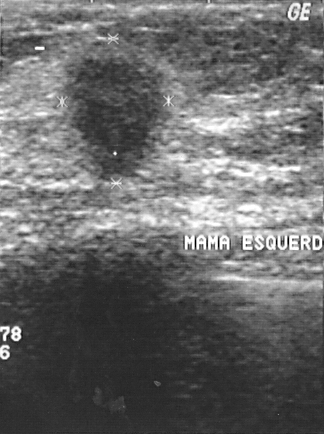
Imaging: breast ultrasound.
This breast ultrasound shows a breast lesion, malignant on biopsy or follow-up. BI-RADS 4.